Modality: breast ultrasound scan.
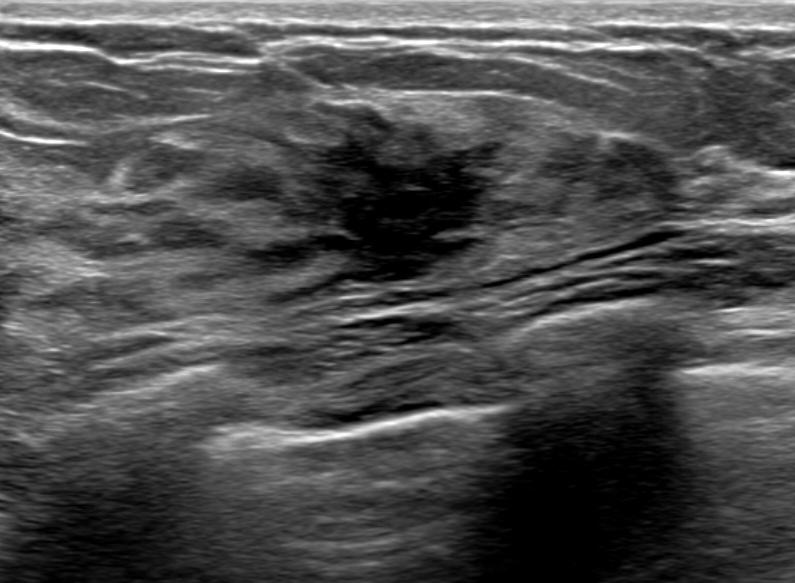
The breast lesion is irregular and hypoechoic; its margin is not circumscribed (angular and indistinct). There are no posterior features. BI-RADS 4C; malignant on biopsy or follow-up. Radiologist's impression: Suspicion of malignancy; Dysplasia; Mammary duct ectasia. Biopsy confirmed invasive carcinoma of no special type (NST).